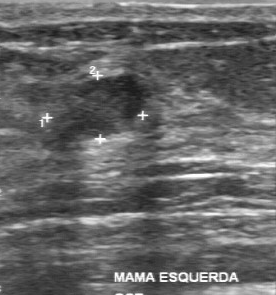
Modality: breast sonogram.
Lesion characteristics:
- BI-RADS category: 2